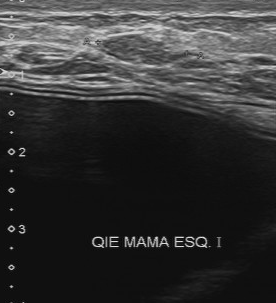
Imaging: breast US.
Coordinates are pixels in the 276x303 image. Segment the finding: bounding box x1=98, y1=34, x2=174, y2=65. BI-RADS 4.